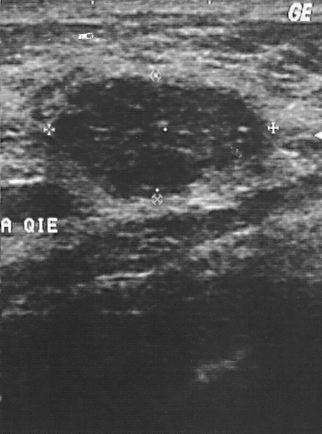
Breast ultrasound image.
A lesion is present on this breast ultrasound image. BI-RADS category 2. The biopsy result was fibroadenoma; the lesion is benign.